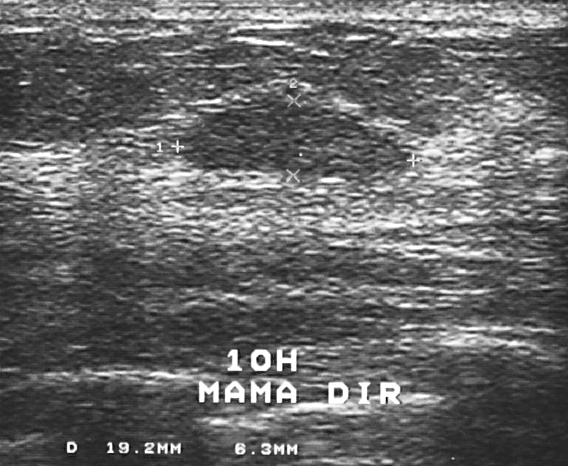
Modality: breast sonogram.
A mass is present on this breast sonogram. It was assessed as BI-RADS 2. Histopathology: fibroadenoma (benign).